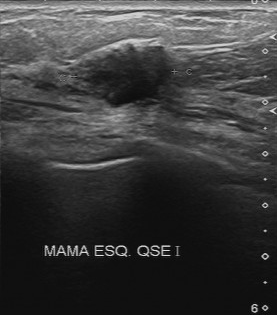
Breast ultrasound. Scanner: Toshiba Aplio 300 @12-14 MHz.
- BI-RADS category: 4
- biopsy or follow-up result: malignant